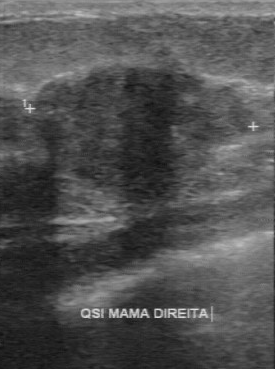
Imaging: breast ultrasound image.
Outcome on biopsy or follow-up: malignant.